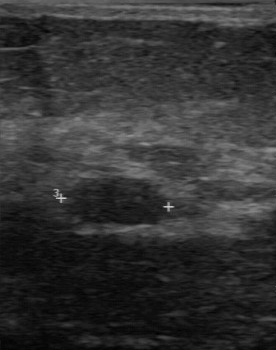
Modality: breast US.
FINDINGS: Breast US. Echo pattern: hypoechoic. Calcifications: none. Boundary: fairly clear. Contour: partially regular.